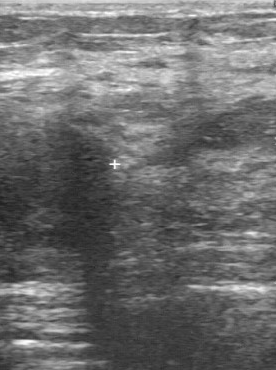
Breast ultrasound.
Pixel coordinates (x1, y1, x2, y2): The lesion occupies approximately 46 126 123 262. The lesion is malignant on biopsy or follow-up. BI-RADS 5.